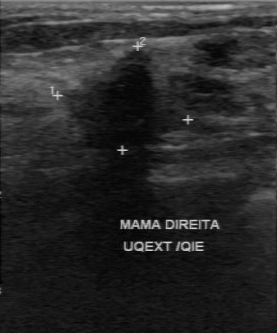
Acquired on GE Logiq 7 @10-14MHz. Breast sonogram.
(coordinates in a 277x333 pixel frame) Lesion region of interest: x1=66, y1=52, x2=186, y2=154.